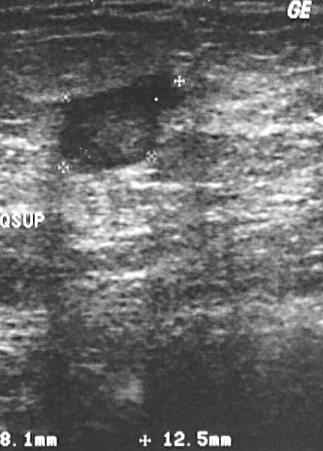
Imaging: breast US.
Biopsy or follow-up result: malignant.
Pathology confirmed invasive ductal carcinoma.
The breast lesion is assessed as BI-RADS 4.